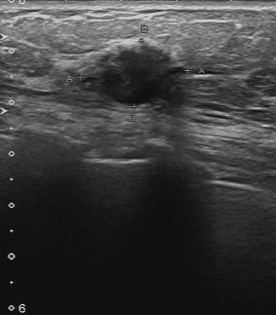
Breast US.
Outcome on biopsy or follow-up: malignant.